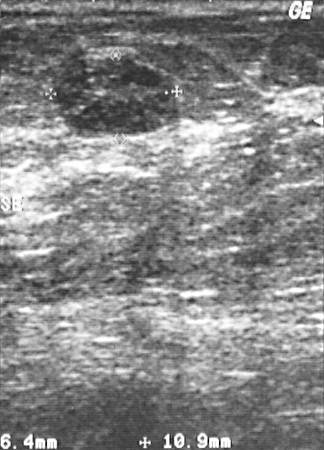
Imaging: breast sonogram.
BI-RADS category 2.
Histopathology: fibroadenoma.
The lesion is benign on biopsy or follow-up.